Acquired on GE Logiq 7 @10-14MHz. Modality: B-mode breast ultrasound.
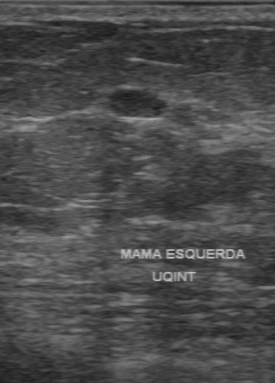
A lesion is seen with regular margin, calcifications: none, BI-RADS (second read): 2, outcome on biopsy or follow-up: malignant, clear boundary, hypoechoic internal echoes.